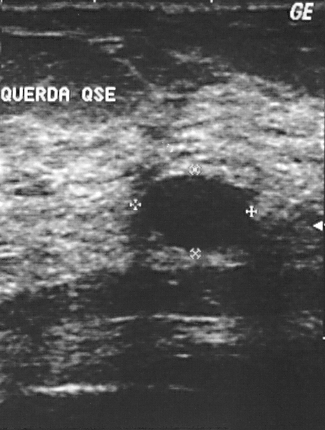
Imaging: breast ultrasound image.
This breast ultrasound image shows a breast lesion. Assessment: BI-RADS 2. Biopsy showed fibrocystic changes, a benign finding.